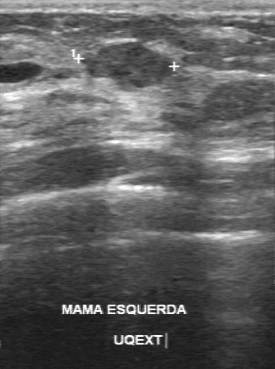
Breast sonogram.
(coordinates in a 275x369 pixel frame) Breast lesion bounding box: x1=81, y1=42, x2=176, y2=92. The breast lesion is benign on biopsy or follow-up.